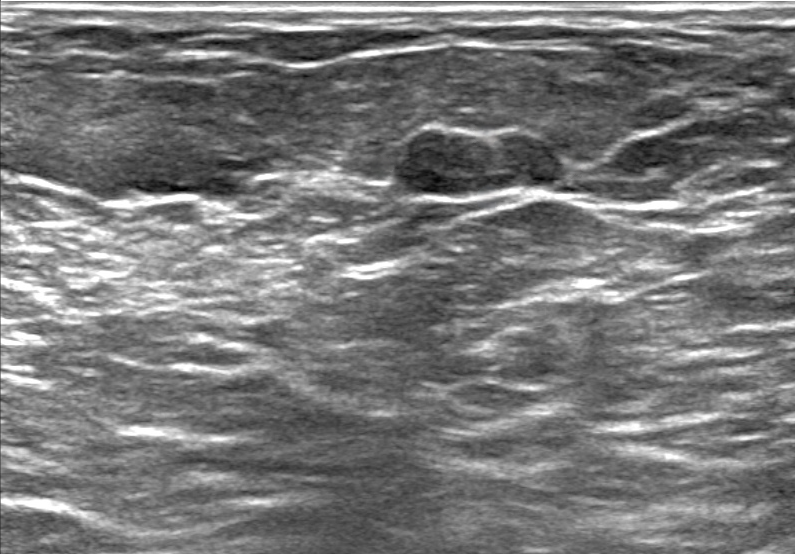
Imaging: breast sonogram.
The mass is assessed as BI-RADS 4A. The mass is benign on biopsy or follow-up. Biopsy result: Benign mammary dysplasia. The mass appears oval. Margins are circumscribed. Internally the mass is hypoechoic. There are no posterior acoustic features. No echogenic halo is seen. No calcifications are seen. There is no skin thickening.